B-mode breast ultrasound.
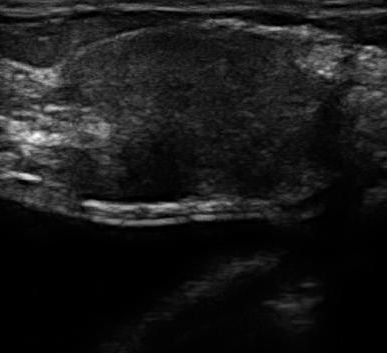
The mass is malignant on biopsy or follow-up.